Imaging: B-mode breast ultrasound. Scanner: GE Logiq 7 @10-14MHz.
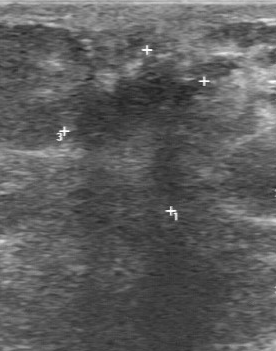
The breast lesion was assessed as BI-RADS 5 by the original reader. On a second read by an independent reader: Its boundary is unclear. Margin: irregular. Calcification is suspected. Histopathology: invasive lobular carcinoma (malignant).